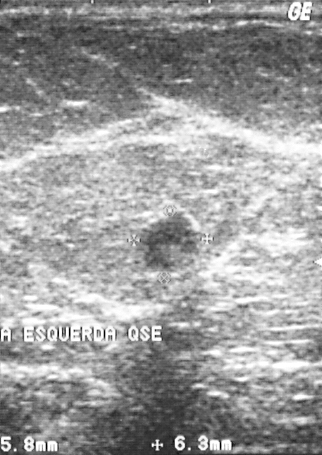
Imaging: B-mode breast ultrasound.
The lesion is benign on biopsy or follow-up. BI-RADS assessment: 2. Pathology confirmed cyst.